Acquired on GE Logiq 7 @10-14MHz. Imaging: breast US.
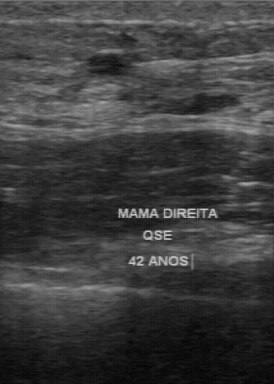
Lesion region of interest: (85,53)-(130,75). The finding is benign on biopsy or follow-up. BI-RADS 3.